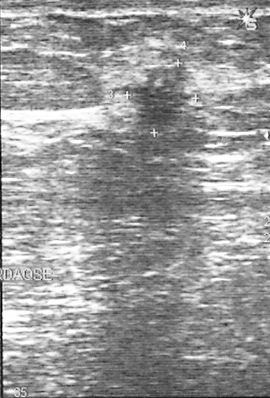
Modality: B-mode breast ultrasound. Scanner: GE Logiq 5 @10-12MHz.
BI-RADS assessment: 4. Pathology confirmed invasive ductal carcinoma. The mass is malignant on biopsy or follow-up.